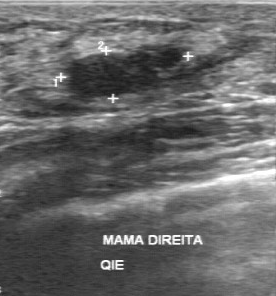
Imaging: breast sonogram.
The original reader assigned BI-RADS 3.
A second, independent read describes the lesion as follows.
Internally the lesion is hypoechoic.
Calcifications: none.
Boundary: fairly clear.
Margin: partially regular.
Histopathology: fibroadenoma (benign).